Breast ultrasound scan.
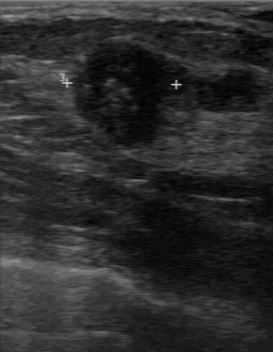
A lesion is seen with partially regular contour, original BI-RADS: 4, second-reader BI-RADS: 4B, calcifications: multiple calcifications, confirmed outcome (biopsy or follow-up): malignant, hypoechoic echo pattern.